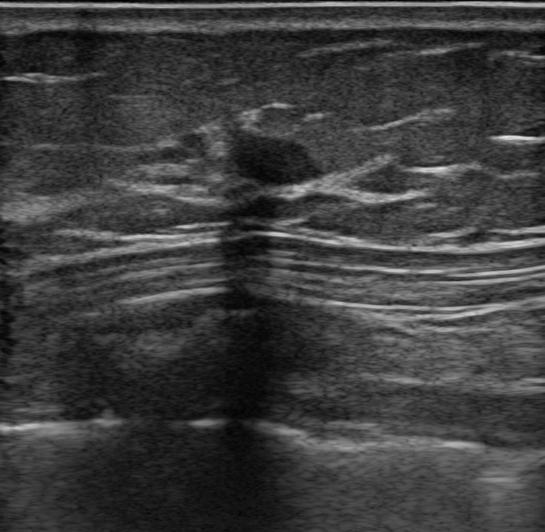
Modality: breast ultrasound image.
Finding: mass, benign on biopsy or follow-up.